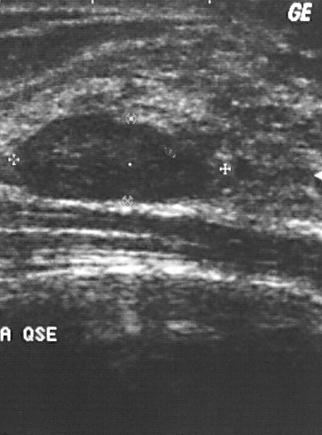
Breast sonogram. Scanner: GE Logiq 5 @10-12MHz.
BI-RADS: 2. Pathology: fibroadenoma.
OUTCOME ON BIOPSY OR FOLLOW-UP: benign.